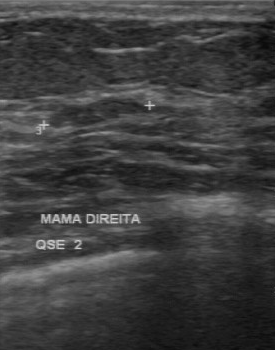
Breast sonogram.
(coordinates in a 275x350 pixel frame) Segment the finding: bounding box (49,98)-(141,130).